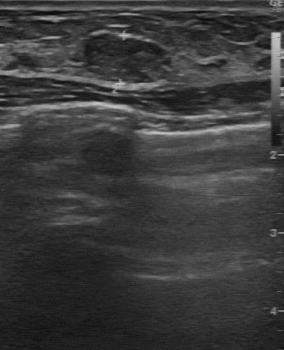
Imaging: breast ultrasound.
FINDINGS: Breast ultrasound. Lesion boundary: fairly clear. Calcifications: absent. Echo pattern: slightly hypoechoic. Lesion margin: regular.
OUTCOME ON BIOPSY OR FOLLOW-UP: benign.